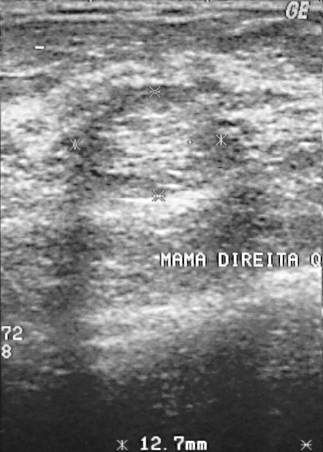
Acquired on GE Logiq 5 @10-12MHz. Modality: breast ultrasound scan.
The finding is benign on biopsy or follow-up.
Pathology confirmed fibrocystic changes.
The finding is assessed as BI-RADS 2.